Imaging: breast ultrasound image.
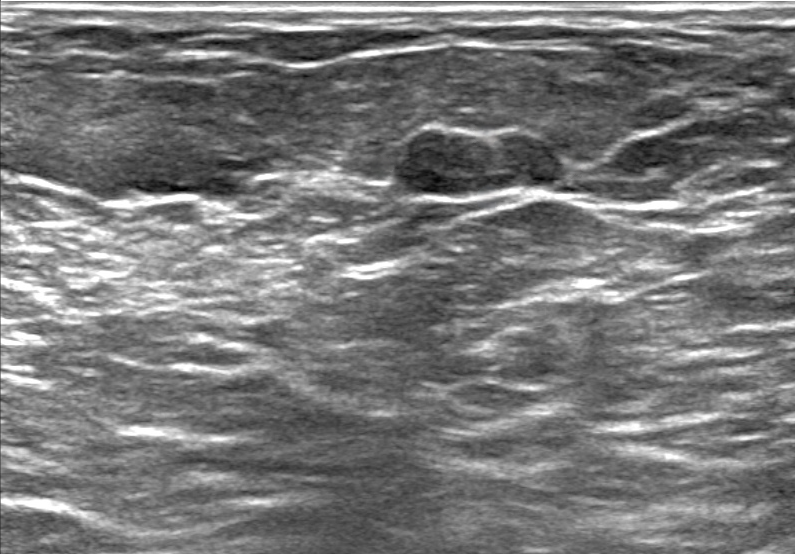
Mass: benign on biopsy or follow-up.